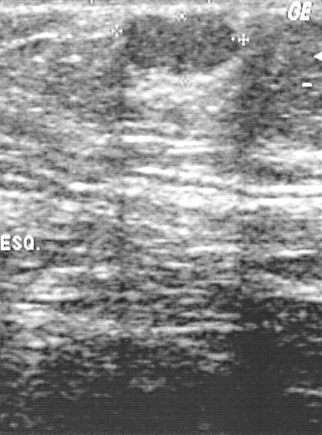
Imaging: breast US. Scanner: GE Logiq 5 @10-12MHz.
Histopathology: sclerosing adenosis (benign).
BI-RADS assessment: 2.